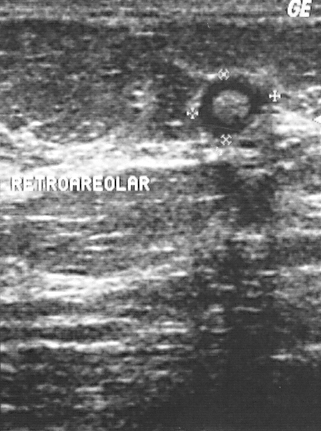
Imaging: breast sonogram.
Pixel coordinates (x1, y1, x2, y2): The finding is located within the bounding box 198 77 259 135. The finding is benign on biopsy or follow-up. BI-RADS 2.